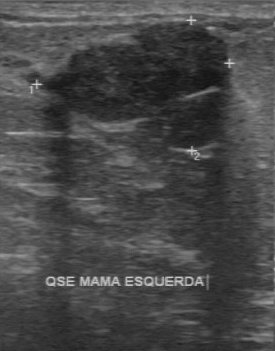
Acquired on GE Logiq 7 @10-14MHz. Breast ultrasound image.
The biopsy or follow-up result is benign. BI-RADS: 3.